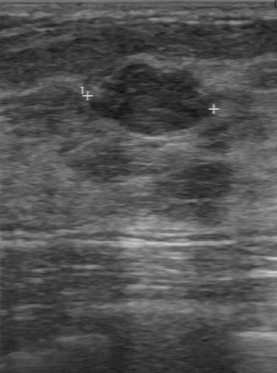
Scanner: GE Logiq 7 @10-14MHz. Modality: breast ultrasound image.
- echo pattern: hypoechoic
- margin: regular
- biopsy or follow-up result: benign
- calcifications: none
- boundary: clear